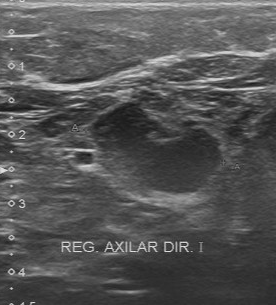
Scanner: Toshiba Aplio 300 @12-14 MHz. Imaging: breast ultrasound scan.
Biopsy or follow-up result: benign. (BI-RADS category 4.)